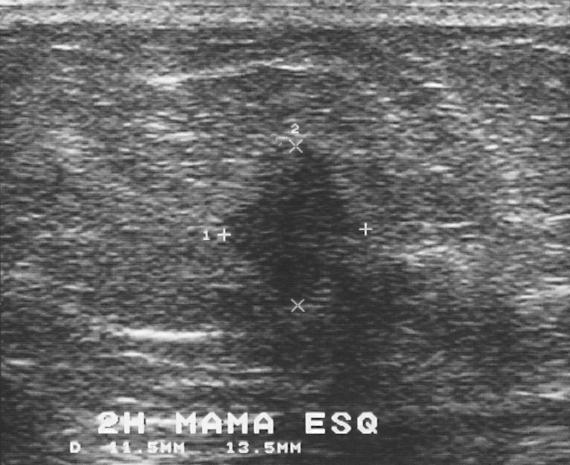
Imaging: breast ultrasound image. Scanner: GE Logiq 5 @10-12MHz.
A breast lesion is present on this breast ultrasound image. It was assessed as BI-RADS 4. The biopsy result was invasive ductal carcinoma; the breast lesion is malignant.